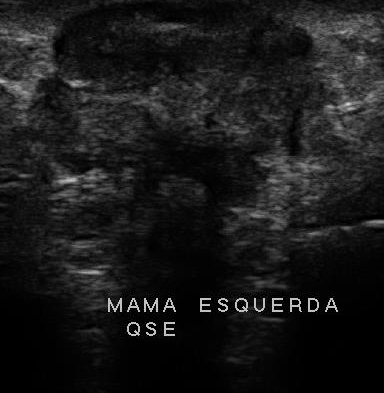
Modality: breast ultrasound image.
- second-reader BI-RADS: 4B